Modality: breast ultrasound scan.
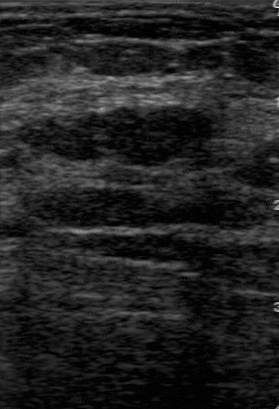
Outcome on biopsy or follow-up: benign. (BI-RADS category 3.)